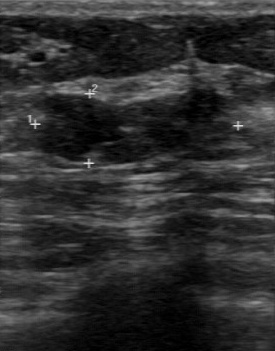
Breast US.
This breast US shows a mass with regular lesion margin, BI-RADS on independent re-read: 3, original BI-RADS: 4, calcifications: none.